Imaging: breast ultrasound image.
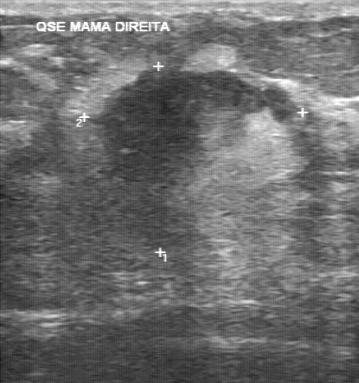
The mass demonstrates calcifications: suspected, confirmed outcome (biopsy or follow-up): malignant, unclear boundary, irregular contour, heterogeneous echo pattern.